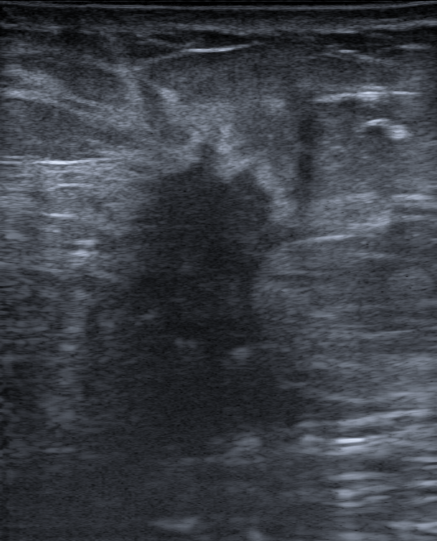
Background echotexture is heterogeneous: predominantly fibroglandular. Modality: breast ultrasound scan.
An irregular, hypoechoic mass with margins that are not circumscribed (spiculated, angular, microlobulated and indistinct) is seen. There is posterior shadowing. There is no skin thickening. There is an echogenic halo. No calcifications are seen. BI-RADS 5; outcome on biopsy or follow-up: malignant. Radiologic interpretation: Suspicion of malignancy. Biopsy result: Metaplastic carcinoma.